Breast ultrasound image.
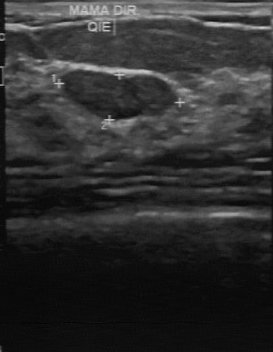
The original reader assigned BI-RADS 3. Findings on the second read (an independent reader): a hypoechoic breast lesion, margin regular, boundary clear. No calcifications are seen. The biopsy result was fibroadenoma; the breast lesion is benign.